Breast US.
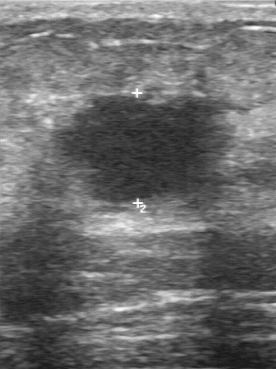
Coordinates are pixels in the 276x369 image. Segment the finding: bounding box x1=53, y1=94, x2=245, y2=210. The finding is malignant on biopsy or follow-up.